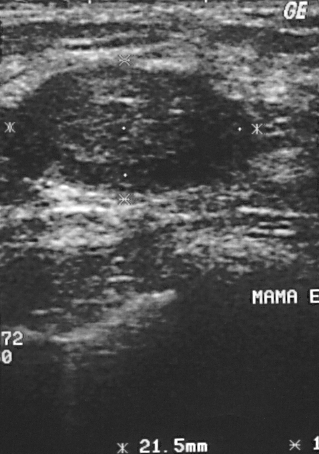
Breast ultrasound.
Biopsy showed fibroadenoma. Outcome on biopsy or follow-up: benign. The finding is assessed as BI-RADS 2.